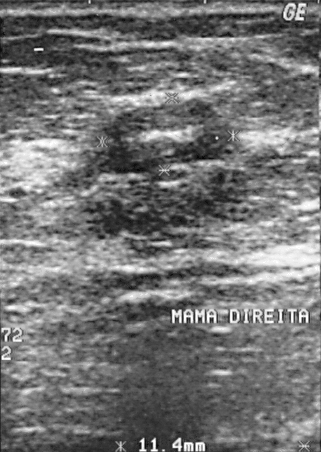
B-mode breast ultrasound.
Outcome on biopsy or follow-up: benign. Biopsy showed fibroadenoma. BI-RADS category 2.